Breast ultrasound scan.
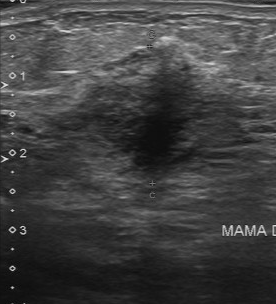
Finding: mass, malignant on biopsy or follow-up. (BI-RADS category 5.)